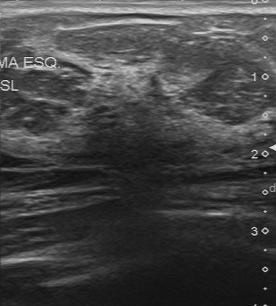
Imaging: breast ultrasound image. Scanner: Toshiba Aplio 300 @12-14 MHz.
Pixel coordinates (x1, y1, x2, y2): Segment the breast lesion: bounding box (63,100)-(192,171).